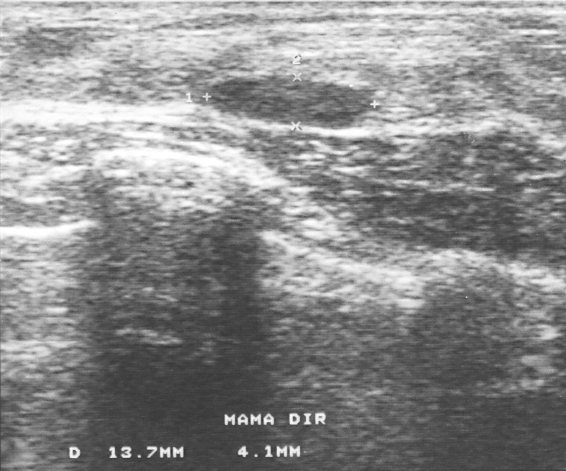
Imaging: breast ultrasound.
Coordinates are pixels in the 566x471 image. Breast lesion bounding box: (207, 76) to (367, 128). The breast lesion is benign on biopsy or follow-up.